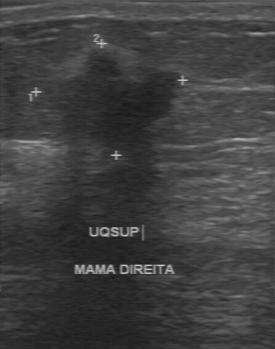
Breast US.
Original-read BI-RADS category: 4. Descriptors from an independent second read (not the reader who assigned the category): Margin: irregular. No calcifications are seen. The lesion boundary is unclear. Echo pattern: hypoechoic. Biopsy showed invasive ductal carcinoma, a malignant finding.